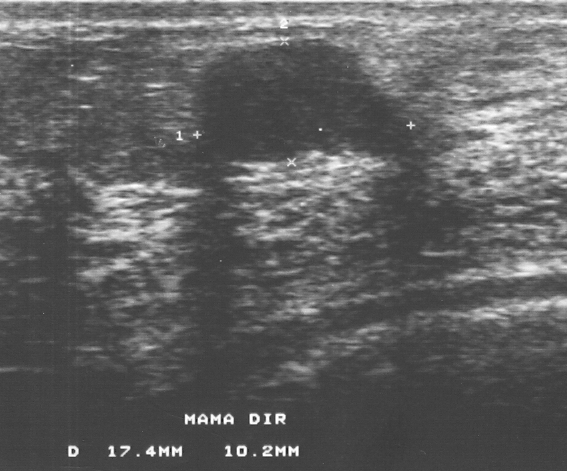
Modality: breast ultrasound scan. Acquired on GE Logiq 5 @10-12MHz.
Finding: mass, benign on biopsy or follow-up. (BI-RADS category 3.)